Imaging: breast sonogram.
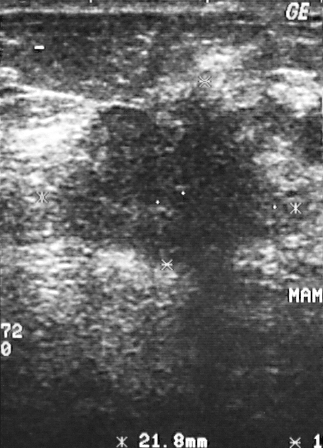
The mass is malignant on biopsy or follow-up.
The biopsy result was invasive ductal carcinoma.
BI-RADS category 4.